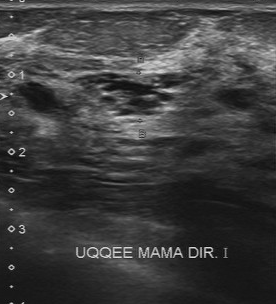
Modality: breast US.
The original reader assigned BI-RADS 4. A second, independent read describes the lesion as follows. The margin is partially regular. Boundary: somewhat unclear. The lesion has a mixed cystic and solid echo pattern. Calcifications: suspected. Histopathology: fibrocystic changes (benign).